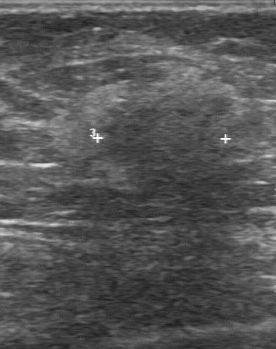
Acquired on GE Logiq 7 @10-14MHz. Breast ultrasound.
BI-RADS 5 in the original read.
The following findings are from a second reader, independent of the original assessment.
The margin is irregular.
The lesion boundary is unclear.
The finding is heterogeneous.
There are no calcifications.
The biopsy result was invasive ductal carcinoma; the finding is malignant.